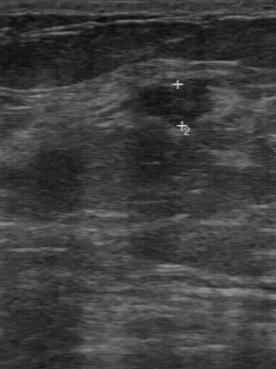
Breast ultrasound. Acquired on GE Logiq 7 @10-14MHz.
FINDINGS: Second-reader BI-RADS: 3. Biopsy or follow-up result: benign.